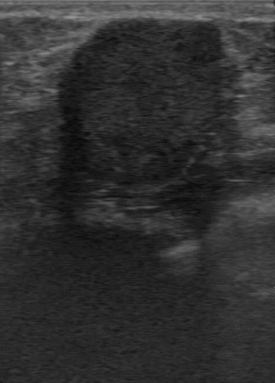
Imaging: B-mode breast ultrasound.
Pathology: mastitis. BI-RADS: 2.